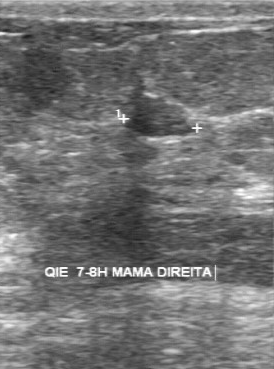
Modality: breast US.
FINDINGS: Breast US. Echogenicity: slightly hypoechoic. Confirmed outcome (biopsy or follow-up): benign. Lesion boundary: fairly clear. Lesion margin: partially regular. Calcifications: none.
OUTCOME ON BIOPSY OR FOLLOW-UP: benign.